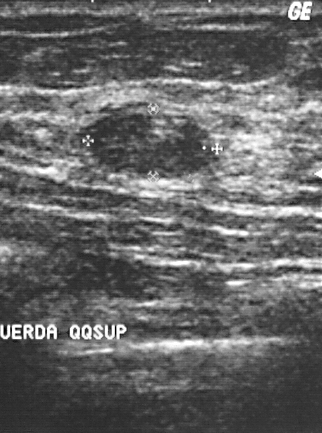
Imaging: breast US.
Biopsy or follow-up result: benign.